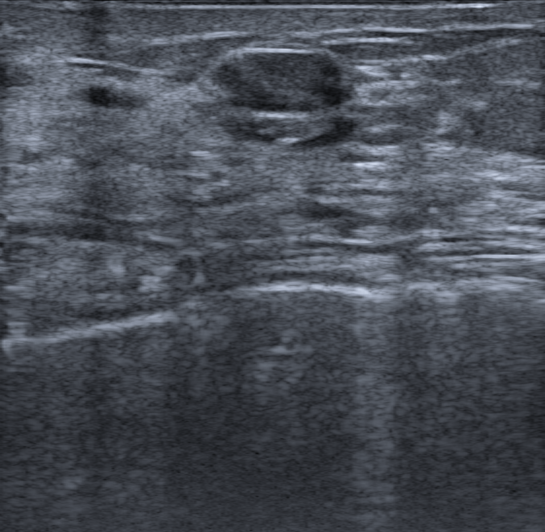
Background tissue composition: heterogeneous: predominantly fat. Breast ultrasound scan.
No calcifications are seen. Skin thickening: none. There is no echogenic halo. It has an oval shape. No posterior acoustic features are seen. The breast lesion has a circumscribed margin. Its echo pattern is heterogeneous. Biopsy or follow-up result: benign. Verification: follow-up care. BI-RADS category 3.